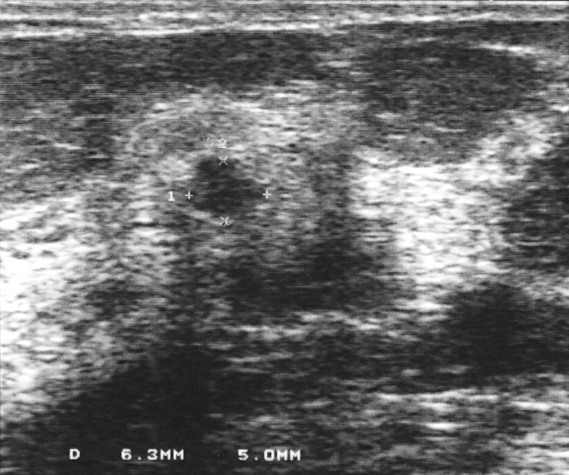
Modality: breast US.
Pathology confirmed fibroadenoma. Outcome on biopsy or follow-up: benign. The breast lesion is assessed as BI-RADS 3.